Scanner: GE Logiq 5 @10-12MHz. Breast ultrasound.
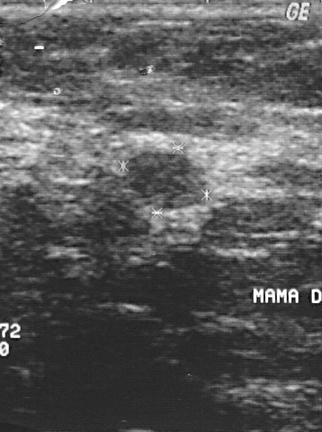
This lesion proved benign on biopsy or follow-up. The biopsy result was fibroadenoma. BI-RADS category 2.